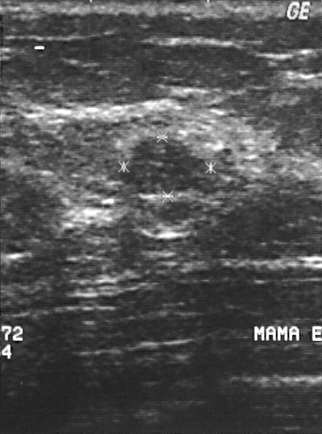
Modality: breast ultrasound scan.
(coordinates in a 322x434 pixel frame) Finding bounding box: top-left (119, 137), bottom-right (202, 195). BI-RADS 3.